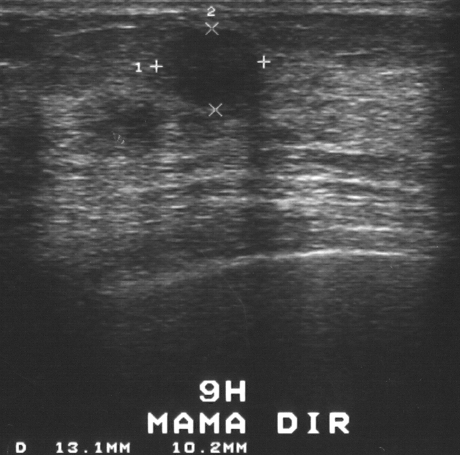
Modality: breast ultrasound.
Histopathology: fibroadenoma (benign). BI-RADS category 2. Outcome on biopsy or follow-up: benign.